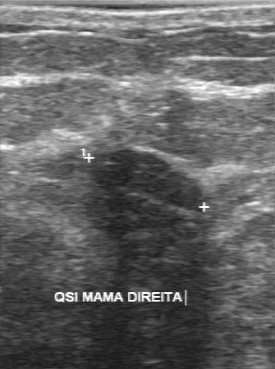
Imaging: breast ultrasound scan.
The lesion is benign on biopsy or follow-up.